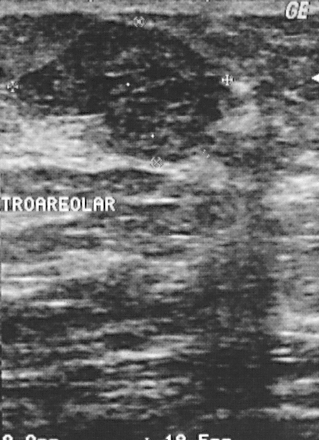
Scanner: GE Logiq 5 @10-12MHz. Modality: breast ultrasound image.
This breast ultrasound image shows a lesion, benign on biopsy or follow-up. BI-RADS 2.